Modality: breast sonogram.
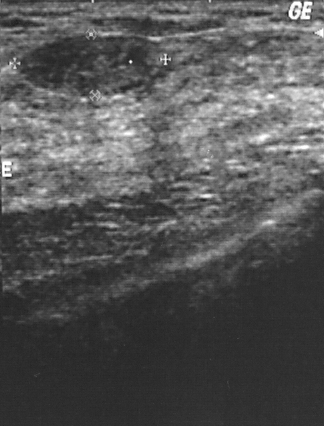
The breast lesion demonstrates BI-RADS category: 2, confirmed outcome (biopsy or follow-up): benign.